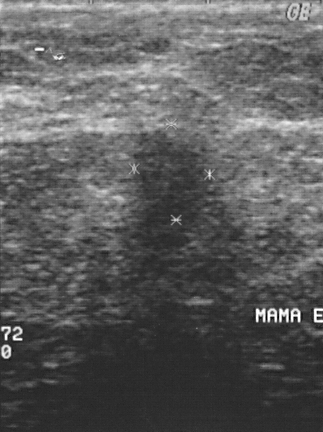
Imaging: breast ultrasound. Acquired on GE Logiq 5 @10-12MHz.
A finding is present on this breast ultrasound. Assessment: BI-RADS 4. The biopsy result was invasive ductal carcinoma; the finding is malignant.